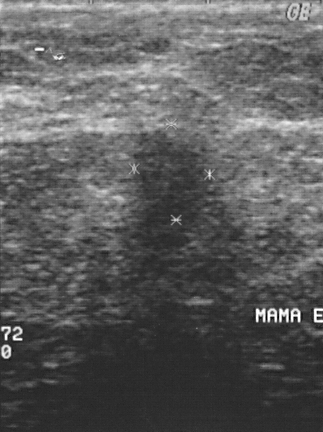
Modality: breast US.
FINDINGS: Breast US. Biopsy result: invasive ductal carcinoma. BI-RADS category: 4.
OUTCOME ON BIOPSY OR FOLLOW-UP: malignant.